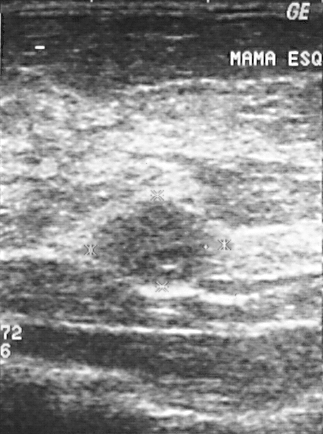
Breast US.
This breast US shows a mass. It was assessed as BI-RADS 4. Pathology confirmed benign fibrocystic changes.